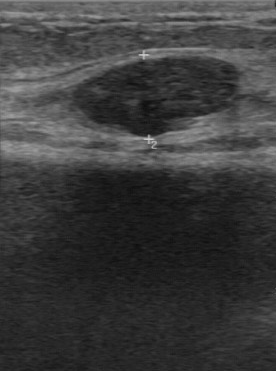
Breast ultrasound scan. Acquired on GE Logiq 7 @10-14MHz.
Pixel coordinates (x1, y1, x2, y2): The mass is located within the bounding box x1=73, y1=56, x2=243, y2=139. The mass is benign on biopsy or follow-up.